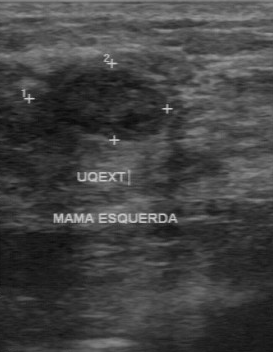
Modality: breast ultrasound image.
The mass was categorized BI-RADS 4 in the original read. On a second read by an independent reader: Its boundary is clear. Internally the mass is hypoechoic. Calcifications: none. The margin is regular. The biopsy result was fibroadenoma; the mass is benign.